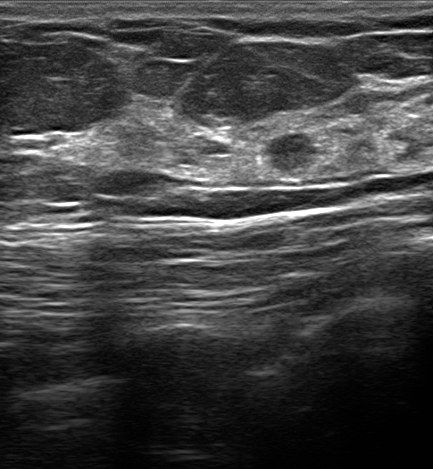
Modality: breast ultrasound. Patient age: 57.
Pixel coordinates (x1, y1, x2, y2): The lesion is located within the bounding box top-left (257, 129), bottom-right (323, 186). The lesion is benign on biopsy or follow-up.